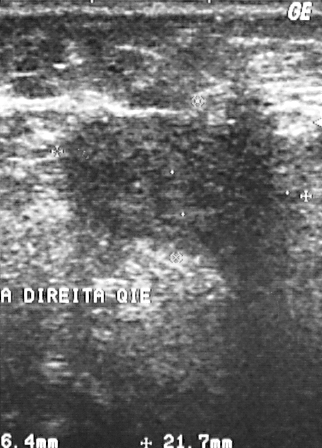
Breast ultrasound.
Histopathology: invasive ductal carcinoma. The breast lesion is malignant on biopsy or follow-up. BI-RADS category 4.